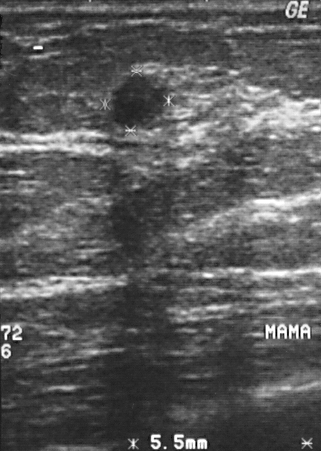
Breast ultrasound.
A finding is seen. Assessment: BI-RADS 2. Biopsy showed fat necrosis, a benign finding.